Imaging: breast ultrasound image.
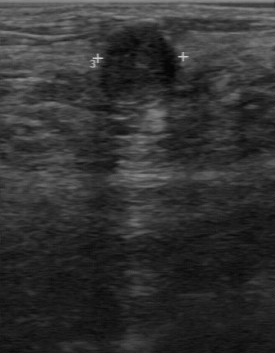
Breast ultrasound image findings:
- BI-RADS (first reader): 4
- confirmed outcome (biopsy or follow-up): malignant
- second-reader BI-RADS: 3
- calcifications: absent
- echogenicity: hypoechoic